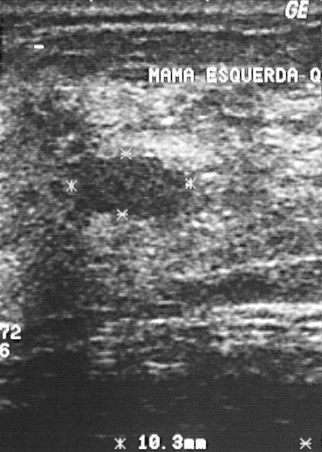
Modality: breast US.
BI-RADS assessment: 2. The biopsy result was fibroadenoma; the finding is benign. Biopsy or follow-up result: benign.